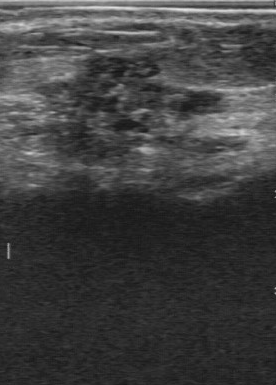
Scanner: GE Logiq 7 @10-14MHz. Breast sonogram.
Lesion characteristics:
- BI-RADS on independent re-read: 4B
- BI-RADS (first reader): 5
- internal echoes: heterogeneous
- confirmed outcome (biopsy or follow-up): malignant